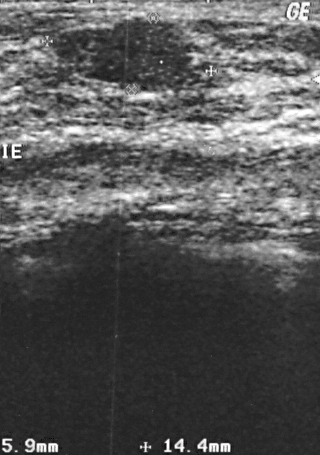
Imaging: breast sonogram. Scanner: GE Logiq 5 @10-12MHz.
Finding: lesion, benign on biopsy or follow-up. (BI-RADS category 2.)